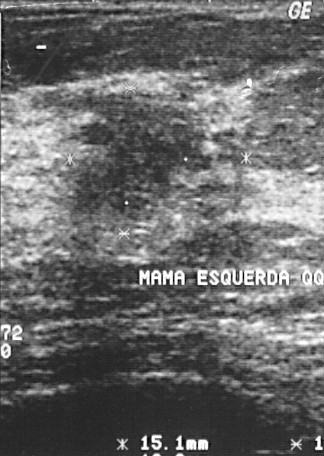
Modality: breast ultrasound image.
Coordinates are pixels in the 324x456 image. Segment the mass: bounding box [73, 95, 211, 220]. The mass is malignant on biopsy or follow-up.